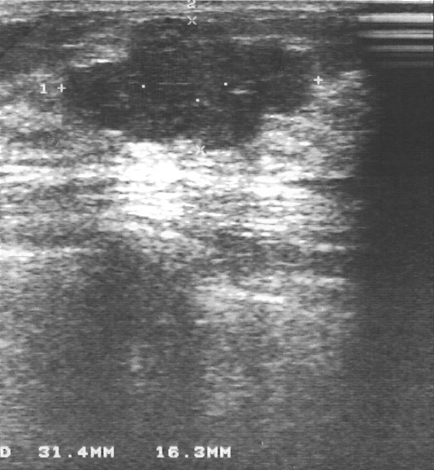
Breast ultrasound.
FINDINGS: Pathology: fibroadenoma. BI-RADS: 3.
OUTCOME ON BIOPSY OR FOLLOW-UP: benign.